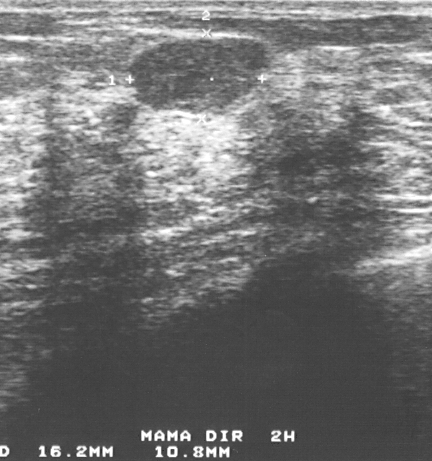
Acquired on GE Logiq 5 @10-12MHz. Modality: breast sonogram.
This breast sonogram shows a finding. Assessment: BI-RADS 3. Histopathology: fibroadenoma (benign).